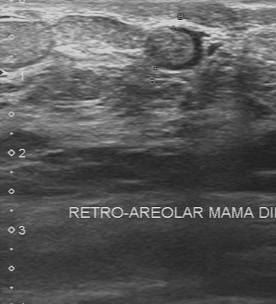
Modality: breast ultrasound image.
Pixel coordinates (x1, y1, x2, y2): Segment the finding: bounding box [142, 25, 203, 69]. The finding is benign on biopsy or follow-up.